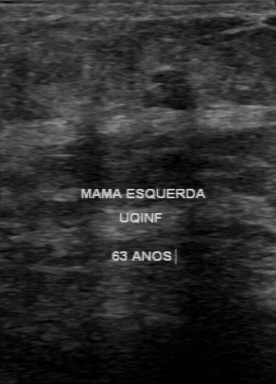
Breast ultrasound image.
Lesion characteristics:
- BI-RADS: 3
- biopsy result: fibroadenoma